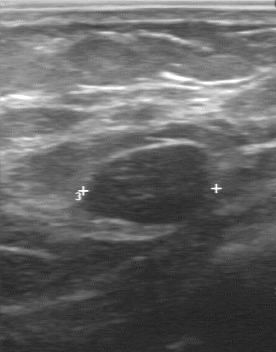
Imaging: breast ultrasound image.
Breast ultrasound image findings:
- margin: regular
- calcifications: absent
- echo pattern: hypoechoic
- second-reader BI-RADS: 3